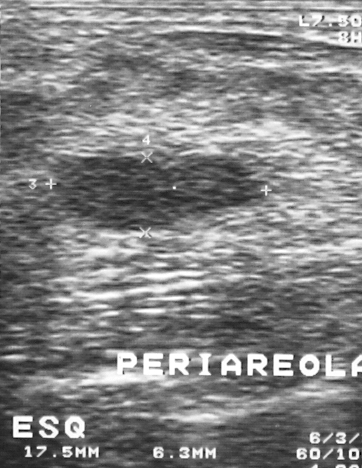
B-mode breast ultrasound.
(coordinates in a 362x468 pixel frame) Mass bounding box: [53, 155, 261, 230].